Imaging: breast US.
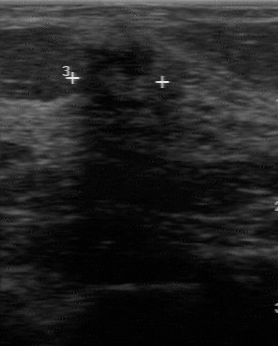
The BI-RADS on independent re-read is 4A. Echo pattern is heterogeneous. Lesion margin is irregular. The lesion boundary is clear. No calcifications are seen.